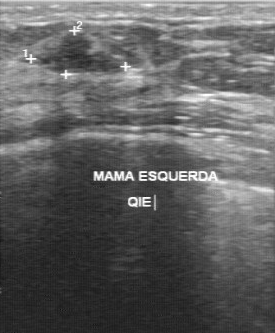
Imaging: breast ultrasound scan.
(coordinates in a 275x333 pixel frame) Lesion bounding box: top-left (28, 31), bottom-right (131, 75). The lesion is benign on biopsy or follow-up.